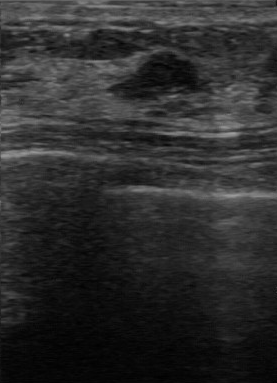
Breast ultrasound scan.
Finding: lesion, benign on biopsy or follow-up. BI-RADS 4.